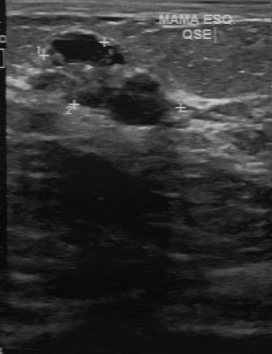
Modality: breast ultrasound scan.
The finding demonstrates pathology: fibroadenoma, BI-RADS assessment: 4, confirmed outcome (biopsy or follow-up): benign.